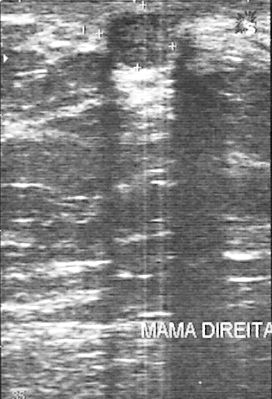
Scanner: GE Logiq 5 @10-12MHz. Modality: breast sonogram.
A mass is present on this breast sonogram. Assessment: BI-RADS 2. Biopsy showed fibrocystic changes, a benign finding.